Imaging: breast ultrasound. Scanner: GE Logiq 7 @10-14MHz.
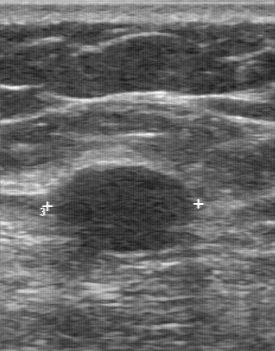
Lesion characteristics:
- boundary: fairly clear
- confirmed outcome (biopsy or follow-up): benign
- lesion margin: partially regular
- calcifications: absent
- echogenicity: hypoechoic
- biopsy result: cyst